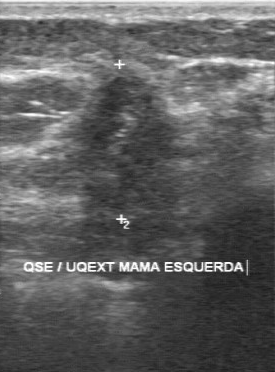
Modality: breast sonogram.
The original reader assigned BI-RADS 4. On a second, independent read, a breast lesion with an irregular margin and an unclear boundary is seen; it is slightly hypoechoic. Calcifications: suspected. Biopsy showed invasive ductal carcinoma, a malignant finding.